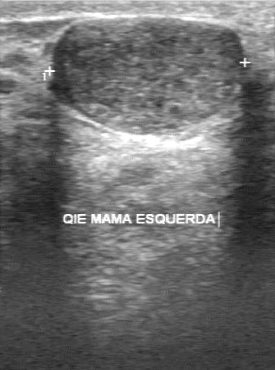
Breast ultrasound scan.
This breast ultrasound scan shows a lesion with regular lesion margin, clear boundary, hypoechoic echo pattern, biopsy or follow-up result: benign, calcifications: absent.